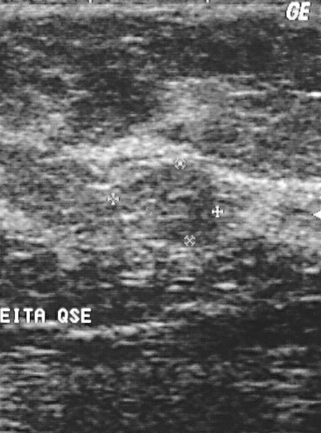
Breast ultrasound scan.
Coordinates are pixels in the 321x433 image. The lesion occupies approximately (129,165)-(217,244). The lesion is benign on biopsy or follow-up.